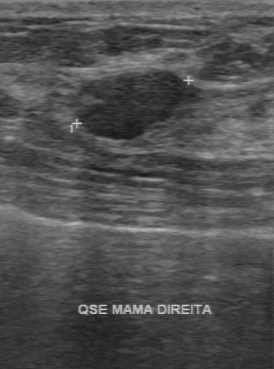
Breast sonogram.
BI-RADS 3 in the original read; on a second read the margin is regular, the boundary clear and the breast lesion hypoechoic. No calcifications are seen. The biopsy result was fibroadenoma; the breast lesion is benign.